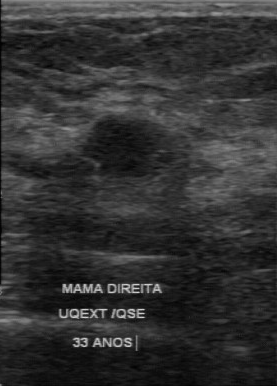
Breast ultrasound image. Scanner: GE Logiq 7 @10-14MHz.
The finding was categorized BI-RADS 4 in the original read. Findings on the second read (an independent reader): a hypoechoic finding, margin regular, boundary clear. No calcifications are seen. The biopsy result was fibroadenoma; the finding is benign.